Imaging: breast ultrasound.
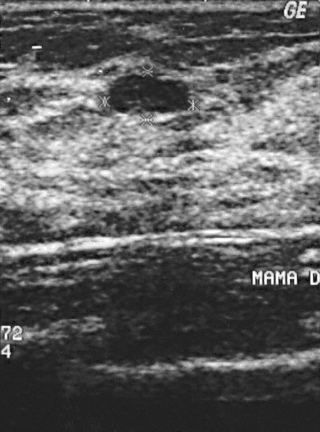
Outcome on biopsy or follow-up: benign. (BI-RADS category 2.)